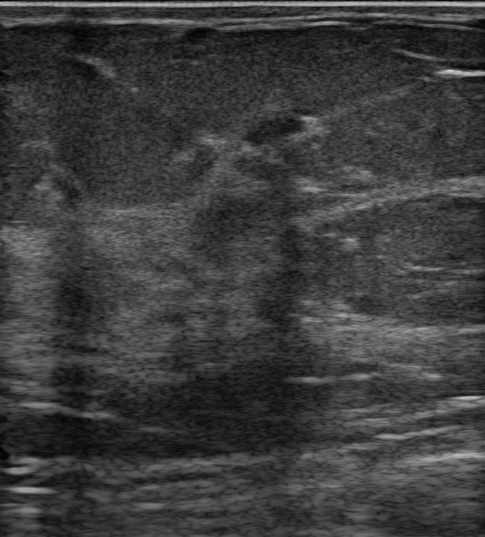
Imaging: breast ultrasound image. Age 47. Background tissue composition: heterogeneous: predominantly fibroglandular.
No echogenic halo is seen. Shape: oval. No skin thickening is seen. Echogenicity: hypoechoic. There are no calcifications. Posterior features: none. Margins are circumscribed. BI-RADS assessment: 3. Radiologic interpretation: Complex cyst / Non-simple cyst; Cyst filled with thick fluid; Fibroadenoma. This lesion proved benign on biopsy or follow-up.